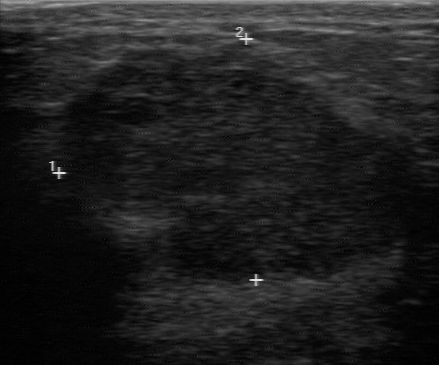
B-mode breast ultrasound.
BI-RADS 4 in the original read. On a second, independent read, a mass with a regular margin and a clear boundary is seen; it is hypoechoic. Pathology confirmed malignant invasive ductal carcinoma.